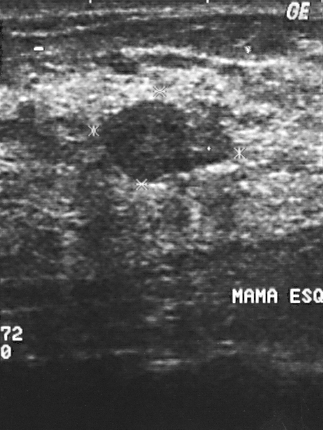
Acquired on GE Logiq 5 @10-12MHz. Breast ultrasound image.
BI-RADS: 2. Confirmed outcome (biopsy or follow-up): benign.
OUTCOME ON BIOPSY OR FOLLOW-UP: benign.